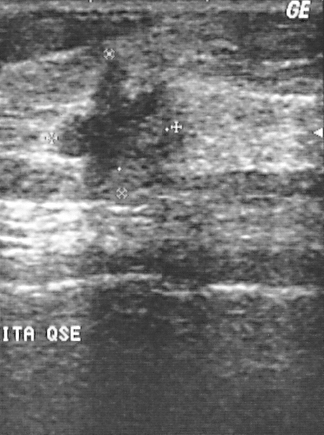
Scanner: GE Logiq 5 @10-12MHz. Imaging: B-mode breast ultrasound.
Biopsy or follow-up result: malignant.